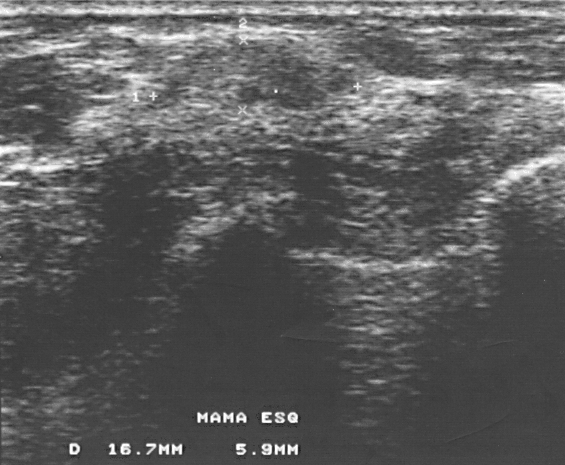
Modality: breast ultrasound image. Scanner: GE Logiq 5 @10-12MHz.
Lesion characteristics:
- BI-RADS assessment: 3
- biopsy or follow-up result: benign